Modality: breast US.
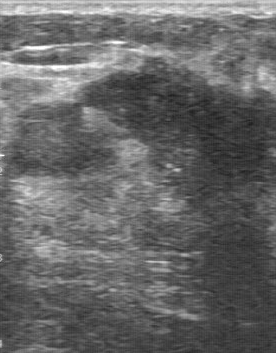
The margin is irregular. Internal echoes are heterogeneous. Boundary is unclear. Confirmed outcome (biopsy or follow-up): malignant. Calcifications: multiple calcifications.